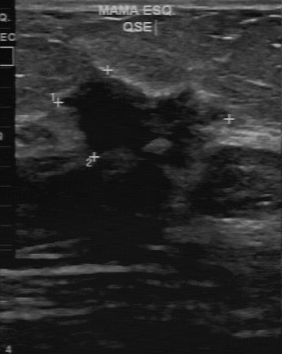
Acquired on GE Logiq 7 @10-14MHz. Imaging: B-mode breast ultrasound.
FINDINGS: B-mode breast ultrasound. Boundary: unclear. Second-reader BI-RADS: 4B. BI-RADS (first reader): 5.
OUTCOME ON BIOPSY OR FOLLOW-UP: malignant.